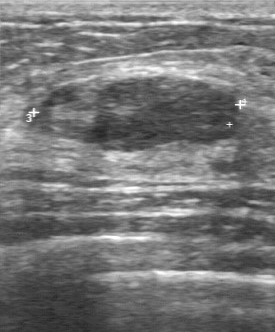
Modality: breast ultrasound. Scanner: GE Logiq 7 @10-14MHz.
The breast lesion was categorized BI-RADS 3 in the original read. A second reader, independent of the original assessment, describes a slightly hypoechoic breast lesion with a regular margin; the boundary is clear. No calcifications are seen. Histopathology: fibroadenoma (benign).